Imaging: breast ultrasound.
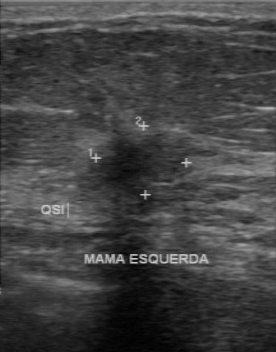
The finding is malignant on biopsy or follow-up. BI-RADS 4.